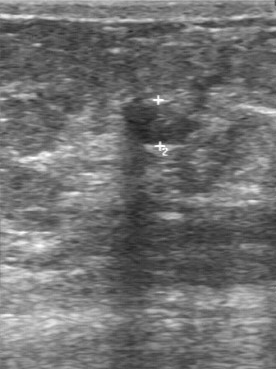
Breast ultrasound image. Acquired on GE Logiq 7 @10-14MHz.
Pixel coordinates (x1, y1, x2, y2): Segment the finding: bounding box x1=124, y1=99, x2=201, y2=143. The finding is benign on biopsy or follow-up.